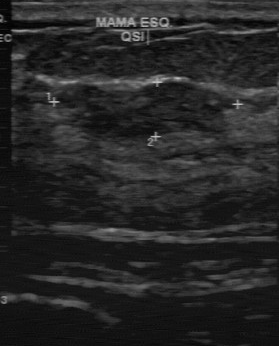
Breast ultrasound image.
A lesion is seen with BI-RADS on independent re-read: 3, slightly hypoechoic internal echoes, partially regular lesion margin, fairly clear lesion boundary.